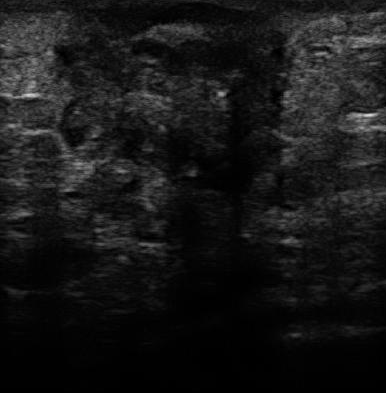
Modality: breast ultrasound.
Coordinates are pixels in the 386x393 image. Lesion region of interest: [54, 23, 292, 239]. The lesion is malignant on biopsy or follow-up.